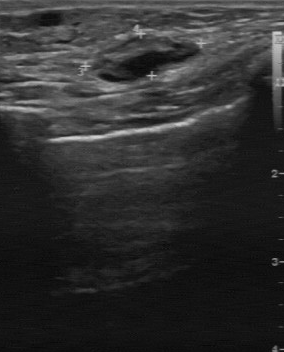
Breast ultrasound image. Scanner: GE Logiq 7 @10-14MHz.
The finding demonstrates clear lesion boundary, pathology: lymph node, calcifications: absent, regular lesion margin, heterogeneous echo pattern.